Modality: breast ultrasound image.
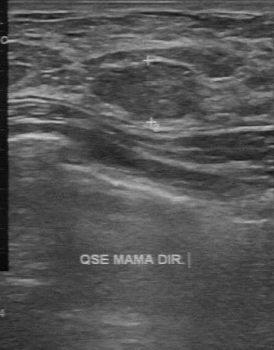
The mass is located within the bounding box [91, 63, 197, 119].